Modality: breast ultrasound scan. Acquired on GE Logiq 5 @10-12MHz.
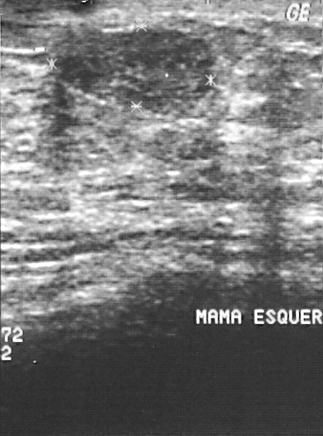
Histopathology: fibroadenoma (benign).
The finding is assessed as BI-RADS 2.